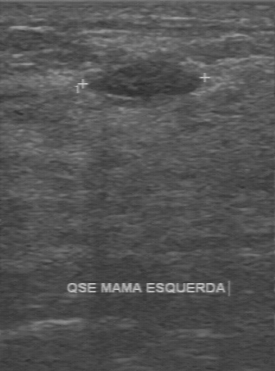
Imaging: B-mode breast ultrasound.
Lesion characteristics:
- original BI-RADS: 2
- BI-RADS (second read): 3